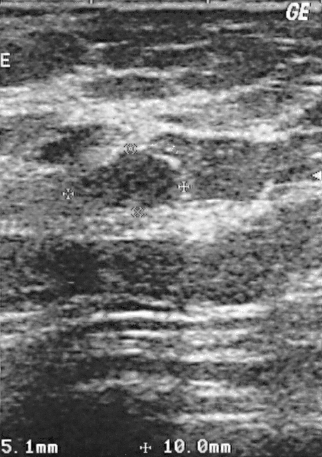
Modality: breast sonogram.
FINDINGS: Biopsy or follow-up result: benign. Histopathology: fibroadenoma. BI-RADS: 3.
OUTCOME ON BIOPSY OR FOLLOW-UP: benign.